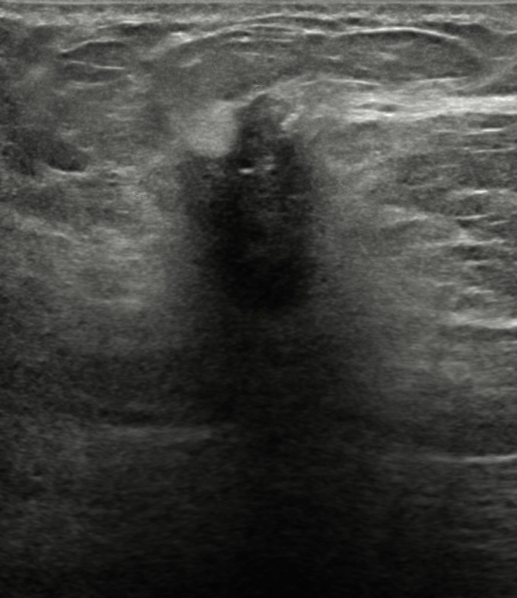
Modality: breast US. Background echotexture is homogeneous: fat. 73-year-old patient.
Findings: an irregular finding of hypoechoic echotexture with margins that are not circumscribed (indistinct). No posterior acoustic features are seen. There is an echogenic halo. The finding is categorized as BI-RADS 5; on biopsy or follow-up it was malignant. Radiologic interpretation: Suspicion of malignancy. Histopathology: Invasive carcinoma of no special type (NST).